Breast sonogram.
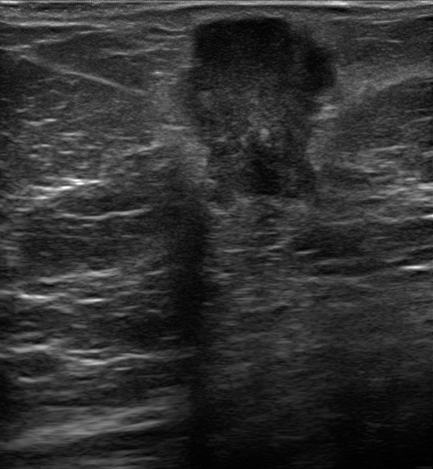
Finding: mass, malignant on biopsy or follow-up.